Imaging: breast US.
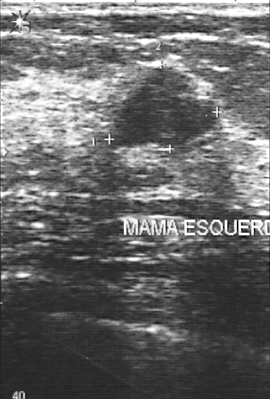
BI-RADS is 3. The histopathology is fibroadenoma. Biopsy or follow-up result is benign.